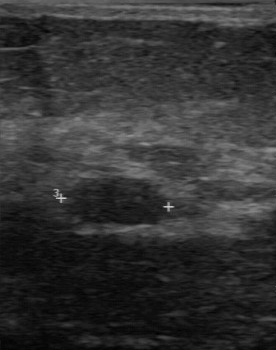
Imaging: breast ultrasound scan.
Lesion characteristics:
- BI-RADS (second read): 3